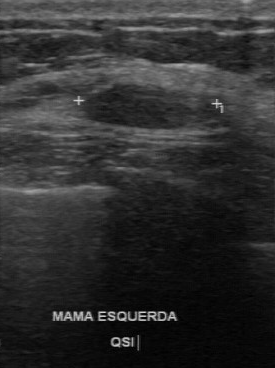
Imaging: breast ultrasound image.
Biopsy or follow-up result: benign.